Imaging: breast ultrasound.
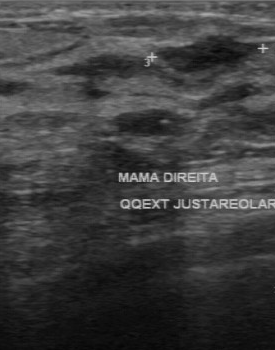
Segment the breast lesion: bounding box x1=155, y1=35, x2=261, y2=76. The breast lesion is benign on biopsy or follow-up.